Modality: breast sonogram.
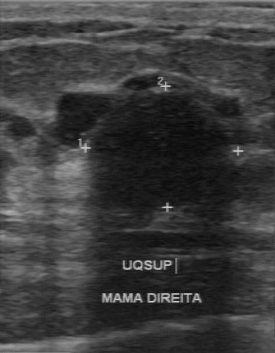
This breast sonogram shows a finding with clear boundary, regular margin, hypoechoic echo pattern, calcifications: absent.